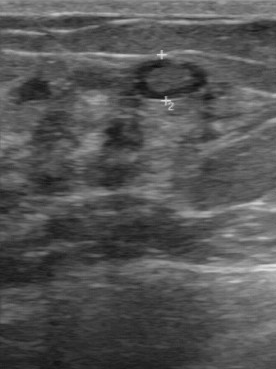
Imaging: breast sonogram.
FINDINGS: BI-RADS (first reader): 2. Independent BI-RADS assessment: 3.